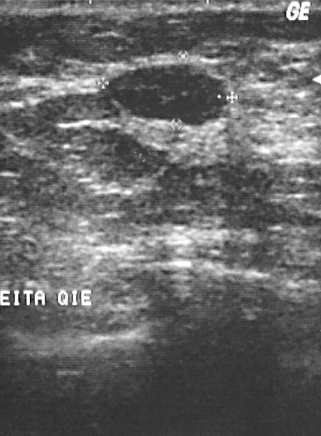
Modality: breast sonogram.
Histopathology: fibroadenoma (benign). BI-RADS assessment: 2.